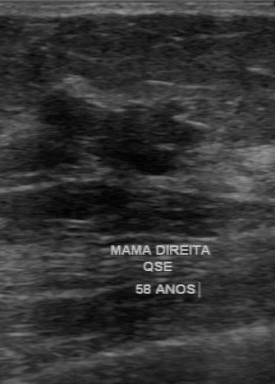
Modality: breast ultrasound.
BI-RADS 3 in the original read; on a second read the margin is irregular, the boundary unclear and the mass hypoechoic. No calcifications are seen. The biopsy result was fibroadenoma; the mass is benign.